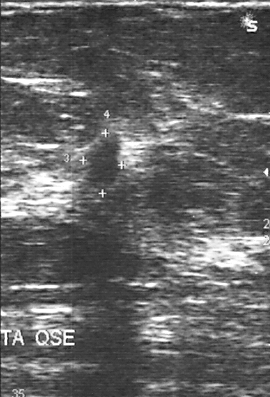
Imaging: B-mode breast ultrasound.
Mass: malignant on biopsy or follow-up.